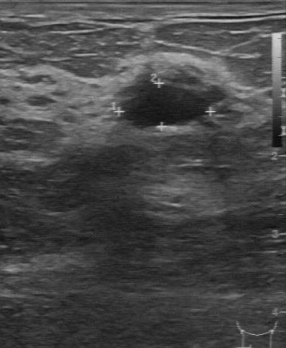
Imaging: breast ultrasound scan.
Lesion margin is partially regular. The boundary is fairly clear. Calcifications are absent. Internal echoes: hypoechoic. Biopsy or follow-up result is benign.